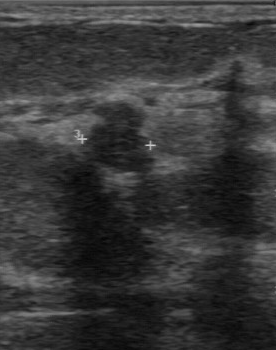
Modality: breast sonogram.
Biopsy or follow-up result: benign. Biopsy result: fibroadenoma. BI-RADS: 4.
OUTCOME ON BIOPSY OR FOLLOW-UP: benign.